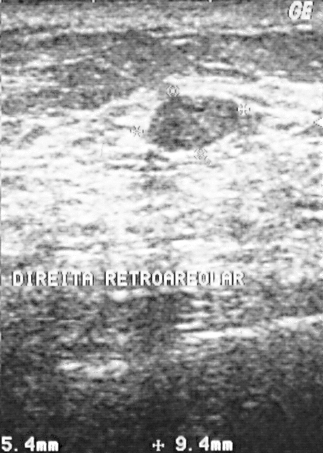
Imaging: breast sonogram.
The finding is benign on biopsy or follow-up.